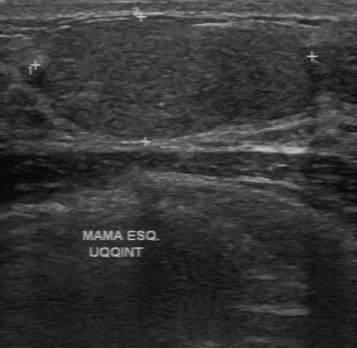
Modality: breast ultrasound image.
Calcifications are absent. Margin: regular. The internal echoes are slightly hypoechoic. The lesion boundary is clear. Confirmed outcome (biopsy or follow-up): benign. Histopathology: fibroadenoma.